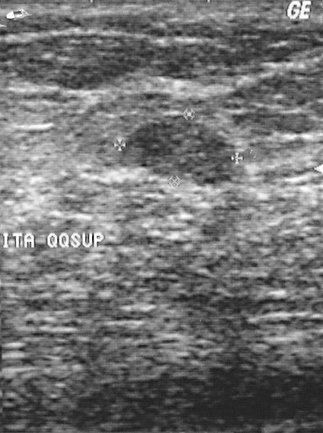
Modality: breast ultrasound image.
This breast ultrasound image shows a mass with confirmed outcome (biopsy or follow-up): benign, BI-RADS assessment: 2.